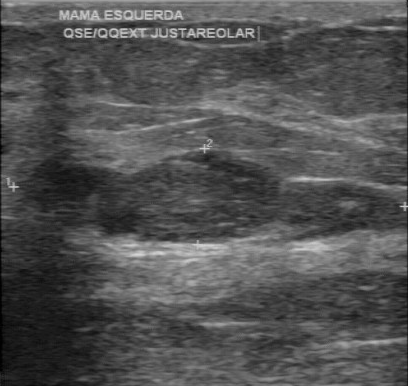
Imaging: breast US. Scanner: GE Logiq 7 @10-14MHz.
Lesion region of interest: top-left (101, 151), bottom-right (279, 242). The breast lesion is benign on biopsy or follow-up.